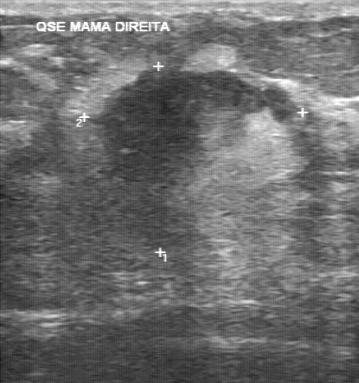
Imaging: breast sonogram.
The mass was categorized BI-RADS 5 in the original read. A second, independent read describes the mass as follows. The mass is heterogeneous. The lesion boundary is unclear. Calcifications: suspected. The margin is irregular. Biopsy showed invasive ductal carcinoma, a malignant finding.